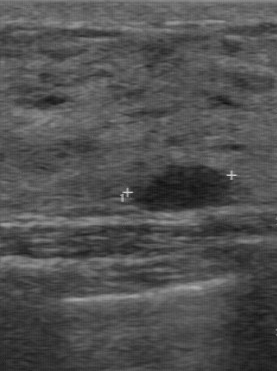
Modality: breast ultrasound.
BI-RADS 3 in the original read; on a second read the margin is regular, the boundary clear and the mass hypoechoic. There are no calcifications. Histopathology: fibroadenoma (benign).